B-mode breast ultrasound. Acquired on GE Logiq 5 @10-12MHz.
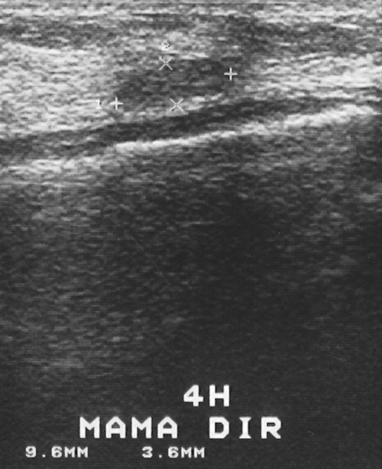
The mass is benign on biopsy or follow-up. Histopathology: lipoma (benign). BI-RADS category 2.